Breast ultrasound scan.
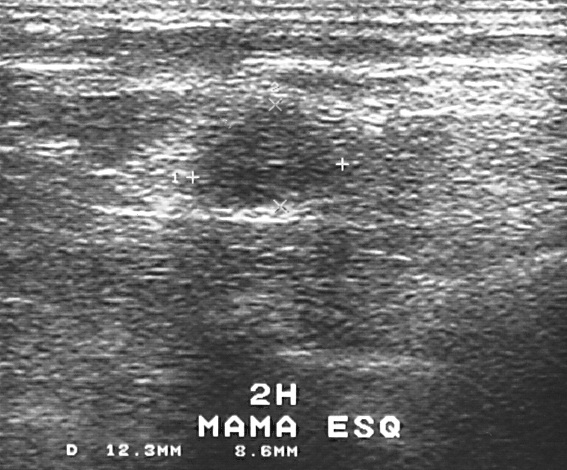
Outcome on biopsy or follow-up: benign.